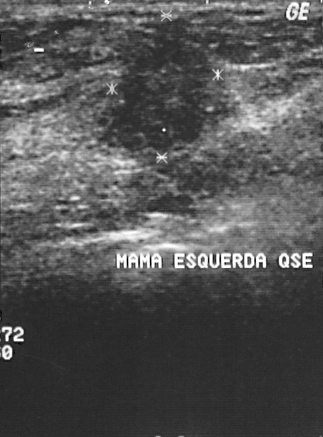
B-mode breast ultrasound.
This B-mode breast ultrasound shows a finding with BI-RADS category: 4.